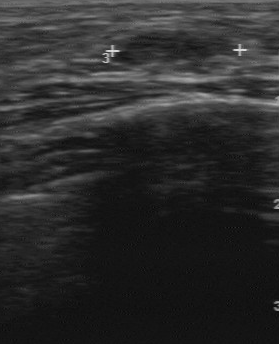
Imaging: B-mode breast ultrasound.
Original-read BI-RADS category: 2. On a second, independent read, a mass with a regular margin and a clear boundary is seen; it is hypoechoic. Calcifications: none. Biopsy showed fibroadenoma, a benign finding.